Imaging: breast sonogram.
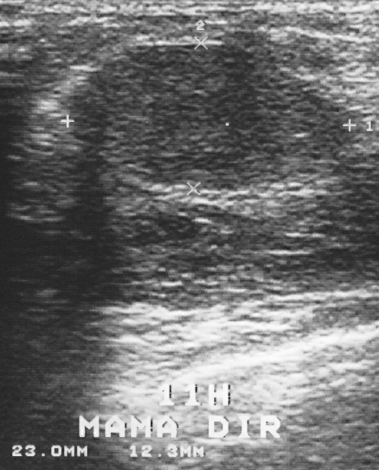
The biopsy result was fibroadenoma; the lesion is benign.
The lesion is assessed as BI-RADS 3.